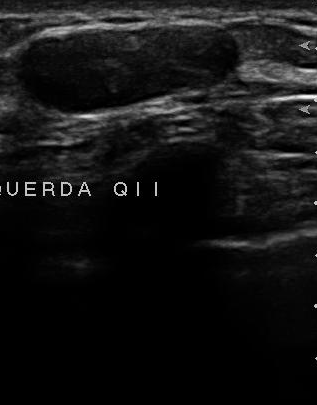
Modality: breast ultrasound scan.
BI-RADS 2 in the original read.
A second, independent read describes the mass as follows.
The mass has a regular margin.
Boundary: clear.
Internally the mass is hypoechoic.
No calcifications are seen.
Histopathology: fibroadenoma (benign).